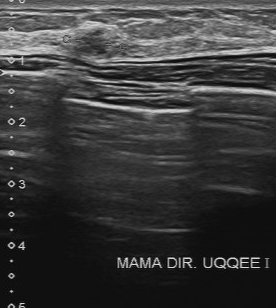
Modality: breast sonogram.
The finding demonstrates calcifications: absent, somewhat unclear lesion boundary, partially regular contour, slightly hypoechoic internal echoes.